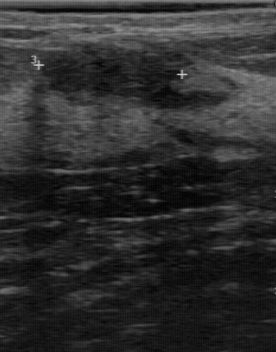
Breast ultrasound scan.
FINDINGS: Breast ultrasound scan. Calcifications: none. Boundary: clear. Contour: regular. Echogenicity: hypoechoic. Biopsy or follow-up result: benign.